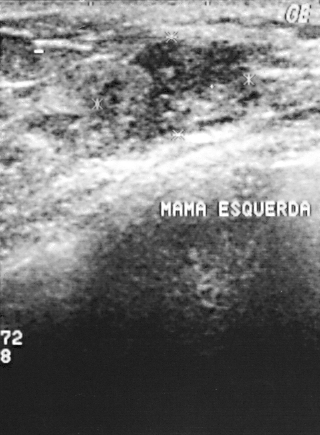
Modality: B-mode breast ultrasound. Scanner: GE Logiq 5 @10-12MHz.
This B-mode breast ultrasound shows a mass with confirmed outcome (biopsy or follow-up): malignant, BI-RADS: 3.